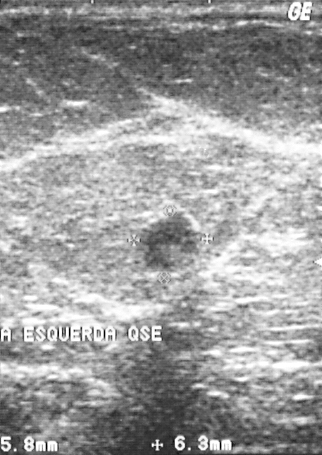
Breast sonogram.
The finding is located within the bounding box (142,215)-(197,272).